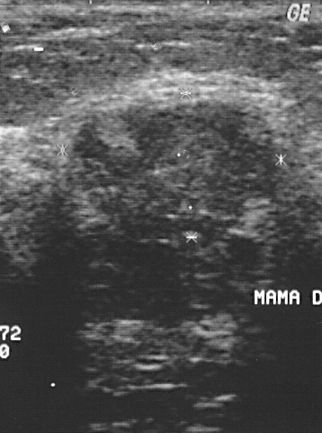
Breast US.
A breast lesion is seen. BI-RADS category 4. Biopsy showed invasive ductal carcinoma, a malignant finding.